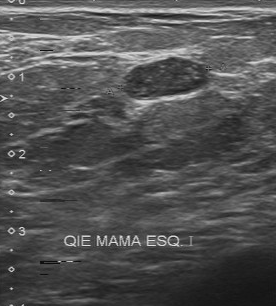
Breast ultrasound image.
Coordinates are pixels in the 276x306 image. Breast lesion bounding box: 123 57 208 99.